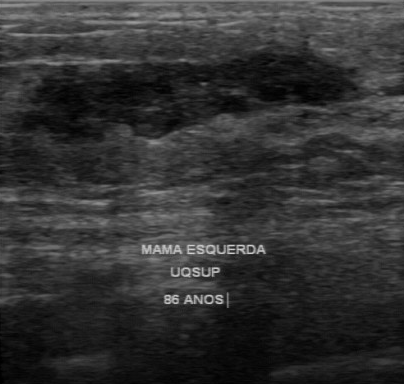
Imaging: breast US. Scanner: GE Logiq 7 @10-14MHz.
Outcome on biopsy or follow-up: malignant. (BI-RADS category 4.)